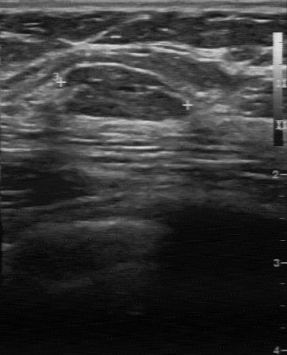
Breast sonogram.
This breast sonogram shows a lesion with BI-RADS assessment: 2.